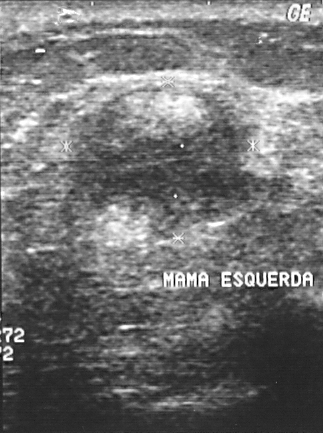
Breast US. Acquired on GE Logiq 5 @10-12MHz.
A breast lesion is seen. Assessment: BI-RADS 4. Pathology confirmed malignant invasive ductal carcinoma.